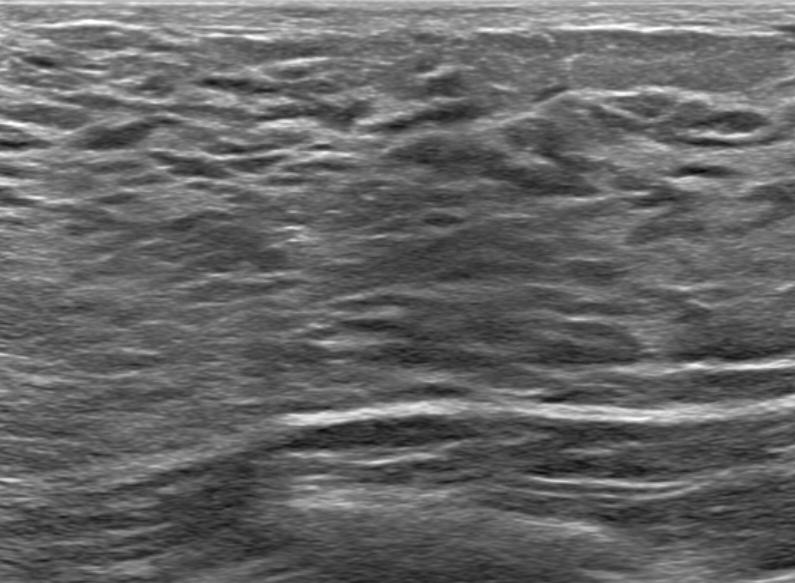
Breast US.
Finding: no focal lesion.